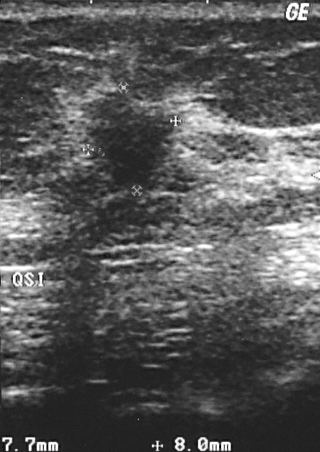
Breast sonogram.
The finding demonstrates BI-RADS category: 4, pathology: invasive ductal carcinoma, confirmed outcome (biopsy or follow-up): malignant.